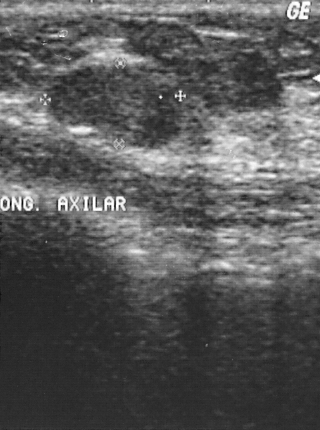
Breast ultrasound image.
BI-RADS: 2.
OUTCOME ON BIOPSY OR FOLLOW-UP: benign.